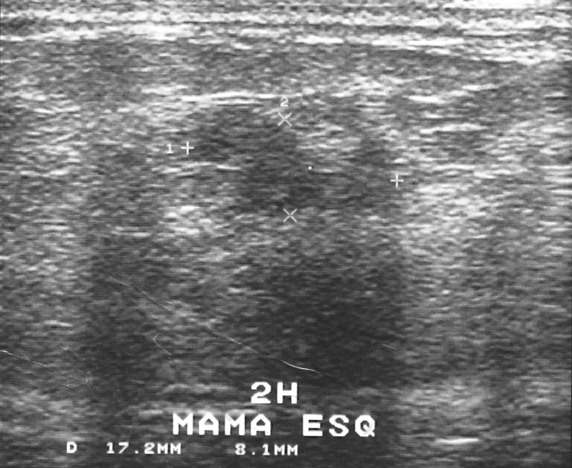
B-mode breast ultrasound.
Biopsy or follow-up result: malignant.